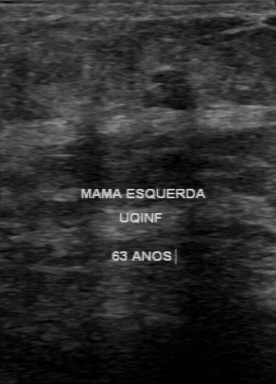
Modality: breast US.
BI-RADS 3 in the original read. The following findings are from a second reader, independent of the original assessment. The margin is regular. Its boundary is clear. Internally the breast lesion is hypoechoic. No calcifications are seen. Histopathology: fibroadenoma (benign).